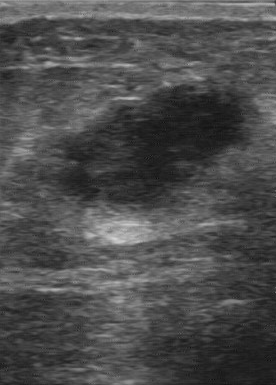
Modality: breast ultrasound image.
Outcome on biopsy or follow-up: malignant.